Imaging: breast sonogram.
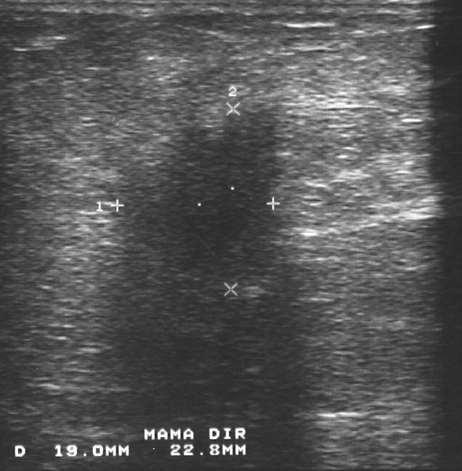
Biopsy showed invasive ductal carcinoma, a malignant finding.
Biopsy or follow-up result: malignant.
The finding is assessed as BI-RADS 5.